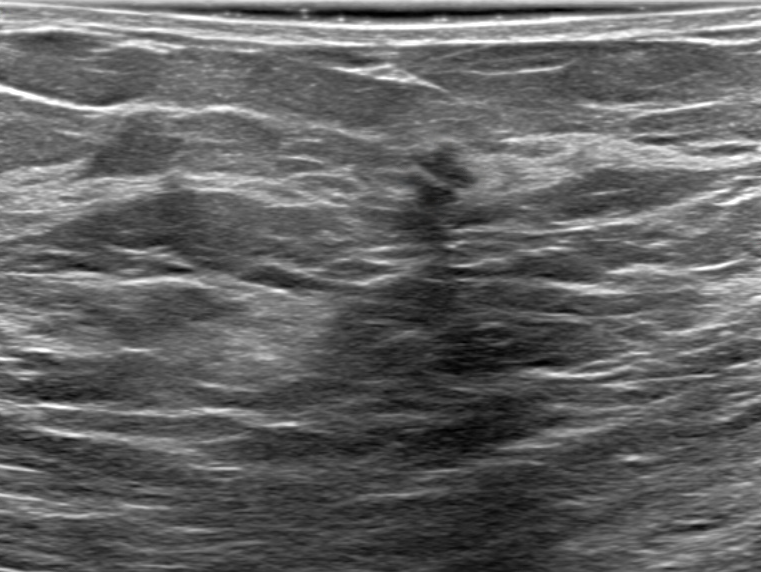
Breast US.
Lesion: benign on biopsy or follow-up. BI-RADS 5.